Imaging: breast US.
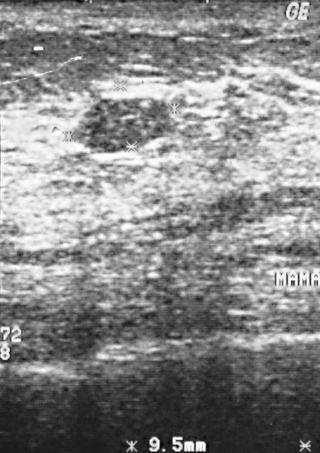
A breast lesion is seen. It was assessed as BI-RADS 2. Biopsy showed fibroadenoma, a benign finding.